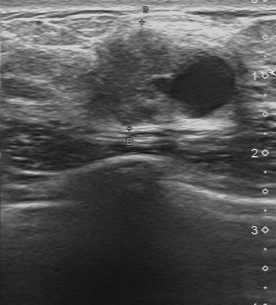
Imaging: breast sonogram.
Pixel coordinates (x1, y1, x2, y2): The breast lesion is located within the bounding box 77 24 235 125. BI-RADS 4.